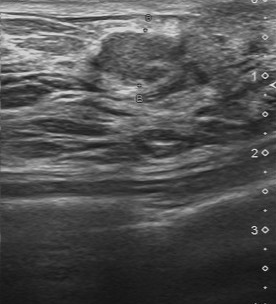
Modality: breast ultrasound. Scanner: Toshiba Aplio 300 @12-14 MHz.
Confirmed outcome (biopsy or follow-up): malignant. BI-RADS (first reader) is 4. Independent BI-RADS assessment is 3.